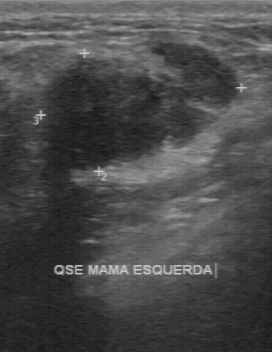
Breast sonogram.
The lesion was categorized BI-RADS 3 in the original read. A second reader, independent of the original assessment, describes a heterogeneous lesion with a partially regular margin; the boundary is somewhat unclear. Histopathology: fibroadenoma (benign).